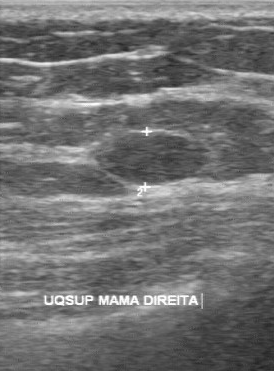
Breast sonogram.
Biopsy or follow-up result: benign. (BI-RADS category 3.)